Modality: breast US.
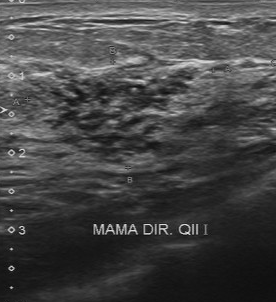
FINDINGS: Breast US. Calcifications: multiple calcifications. Lesion margin: partially regular. Confirmed outcome (biopsy or follow-up): benign. Second-reader BI-RADS: 4A.
OUTCOME ON BIOPSY OR FOLLOW-UP: benign.